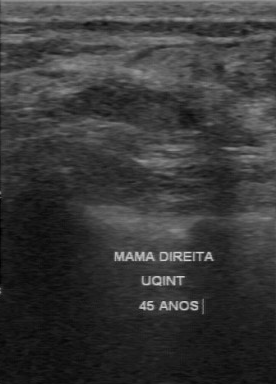
Imaging: breast ultrasound scan.
A breast lesion is seen with regular contour, calcifications: absent, clear lesion boundary, histopathology: lipoma, hypoechoic echo pattern.